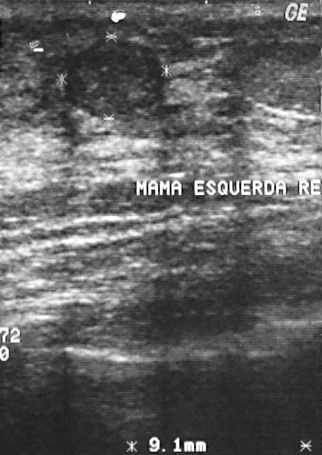
Breast ultrasound image.
Lesion: benign on biopsy or follow-up.